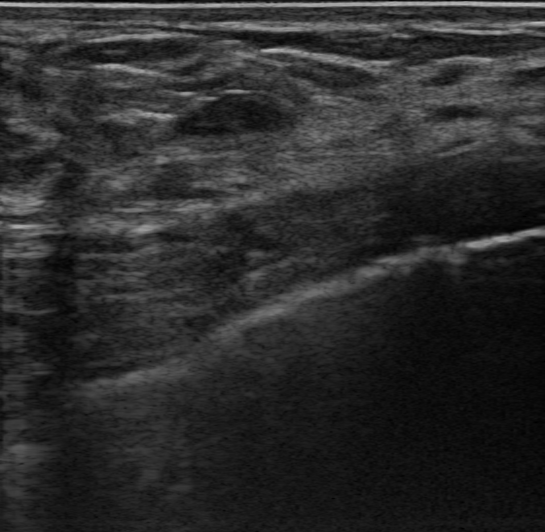
Breast sonogram.
Outcome on biopsy or follow-up: benign. Biopsy confirmed fibroadenoma. BI-RADS category 3. Radiologist's impression: Complex cyst / Non-simple cyst; Cyst filled with thick fluid; Fibroadenoma. The breast lesion appears oval. Margin: circumscribed. The breast lesion is hypoechoic. There are no posterior acoustic features. No echogenic halo is seen. No calcifications are seen. There is no skin thickening.